Modality: breast US.
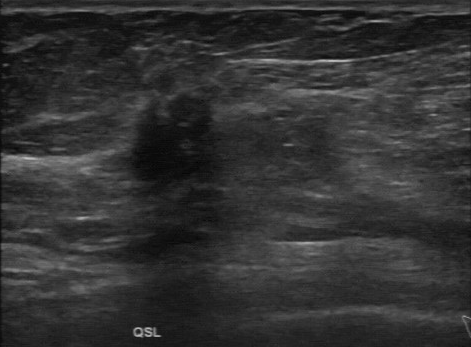
BI-RADS 4 in the original read. Descriptors from an independent second read (not the reader who assigned the category): Its boundary is unclear. There are no calcifications. Margin: irregular. Echo pattern: hypoechoic. The biopsy result was invasive ductal carcinoma; the finding is malignant.